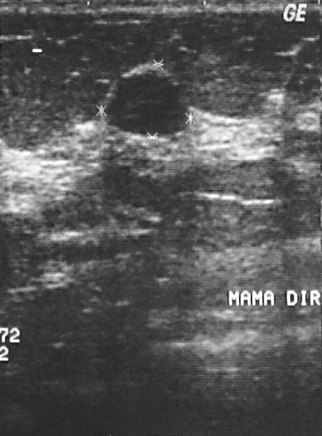
Breast ultrasound. Acquired on GE Logiq 5 @10-12MHz.
Breast ultrasound findings:
- BI-RADS assessment: 2
- pathology: fibroadenoma
- confirmed outcome (biopsy or follow-up): benign